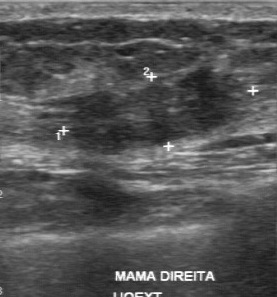
Modality: breast US.
Lesion characteristics:
- BI-RADS on independent re-read: 4B